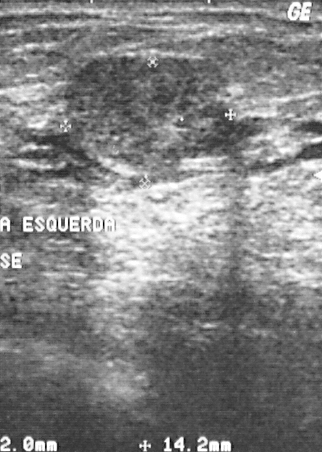
B-mode breast ultrasound. Acquired on GE Logiq 5 @10-12MHz.
The BI-RADS assessment is 4. Outcome on biopsy or follow-up is benign.